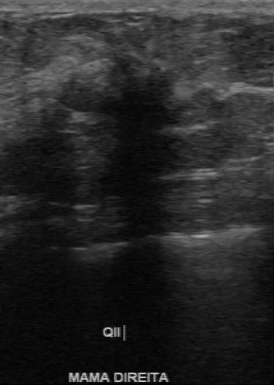
B-mode breast ultrasound.
Coordinates are pixels in the 274x385 image. Segment the breast lesion: bounding box (65, 58) to (194, 133).